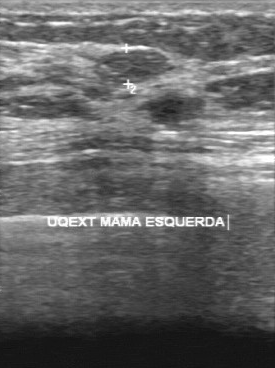
Modality: B-mode breast ultrasound.
B-mode breast ultrasound findings:
- BI-RADS on independent re-read: 3
- biopsy or follow-up result: benign